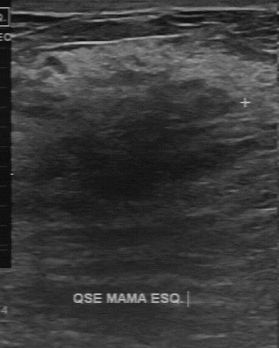
B-mode breast ultrasound. Acquired on GE Logiq 7 @10-14MHz.
The mass was assessed as BI-RADS 4 by the original reader. On a second read by an independent reader: The margin is irregular. Boundary: unclear. Calcifications: none. The mass is slightly hypoechoic. Biopsy showed fibrocystic changes, a benign finding.